Modality: breast sonogram. Scanner: GE Logiq 7 @10-14MHz.
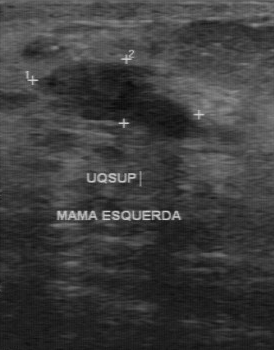
Pixel coordinates (x1, y1, x2, y2): The breast lesion occupies approximately [35, 60, 204, 139]. The breast lesion is benign on biopsy or follow-up.